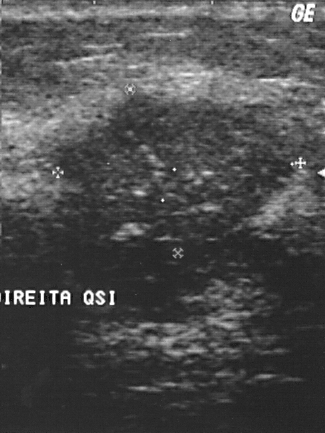
Modality: breast sonogram.
Histopathology: invasive ductal carcinoma. The finding is malignant on biopsy or follow-up. The finding is assessed as BI-RADS 4.